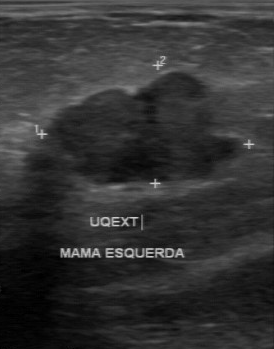
Breast US.
Outcome on biopsy or follow-up: benign.